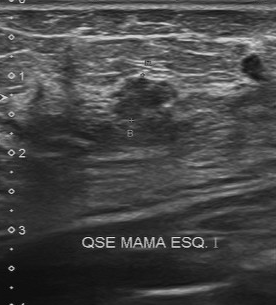
Breast ultrasound image.
Pixel coordinates (x1, y1, x2, y2): Segment the lesion: bounding box x1=113, y1=76, x2=178, y2=119.